Imaging: B-mode breast ultrasound.
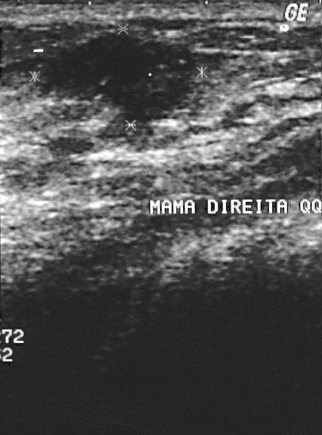
(coordinates in a 322x435 pixel frame) Lesion region of interest: top-left (36, 31), bottom-right (200, 127). The lesion is malignant on biopsy or follow-up. BI-RADS 3.